B-mode breast ultrasound.
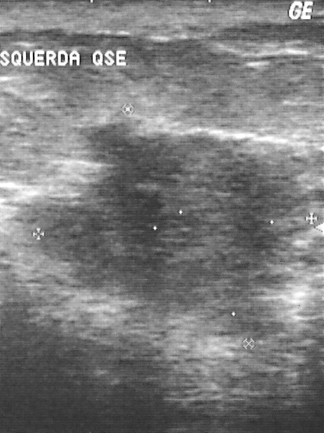
Mass: malignant on biopsy or follow-up. BI-RADS 5.